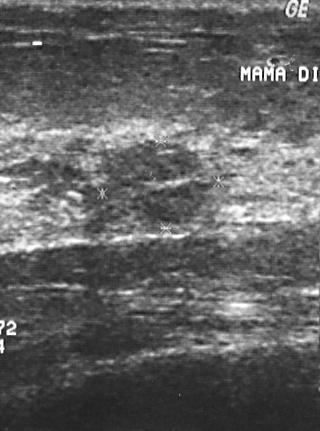
Breast ultrasound.
This breast ultrasound shows a finding, malignant on biopsy or follow-up.